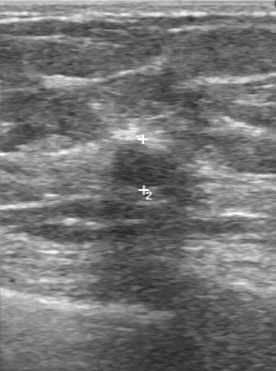
Acquired on GE Logiq 7 @10-14MHz. Modality: breast sonogram.
The lesion was assessed as BI-RADS 4 by the original reader. Findings on the second read (an independent reader): a slightly hypoechoic lesion, margin partially regular, boundary fairly clear. Histopathology: fibroadenoma (benign).